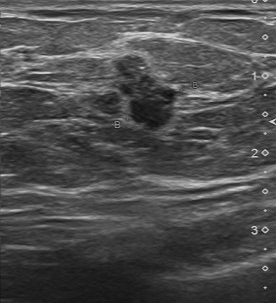
Modality: breast ultrasound scan.
BI-RADS 4 in the original read. On a second, independent read, a finding with a partially regular margin and a somewhat unclear boundary is seen; it is slightly hypoechoic. Calcification is suspected. Biopsy showed invasive ductal carcinoma, a malignant finding.